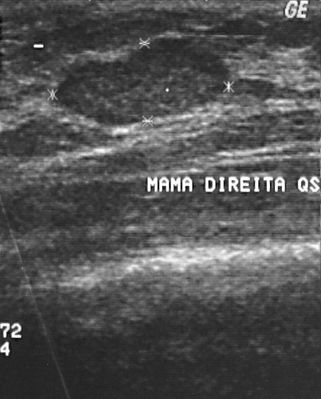
Imaging: breast ultrasound scan. Acquired on GE Logiq 5 @10-12MHz.
Lesion: benign on biopsy or follow-up.